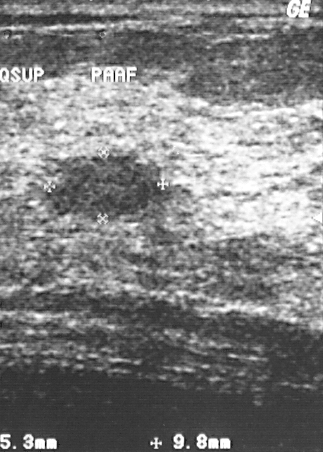
Breast ultrasound image.
Outcome on biopsy or follow-up: benign.
Biopsy showed fibroadenoma.
Assigned BI-RADS 2.